Breast US.
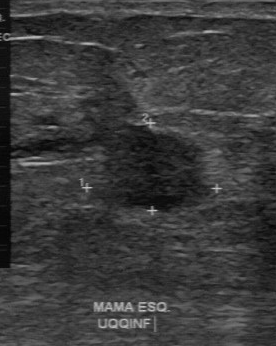
Biopsy or follow-up result: malignant. BI-RADS assessment: 4. The biopsy result is invasive ductal carcinoma.